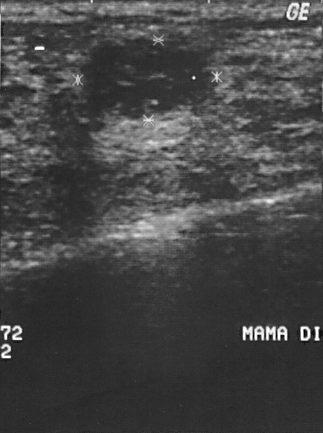
Breast US.
A mass is seen. BI-RADS category 2. Pathology confirmed benign fibroadenoma.